Breast ultrasound. Acquired on Toshiba Aplio 300 @12-14 MHz.
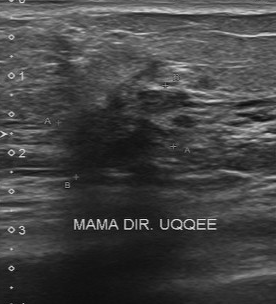
Breast ultrasound findings:
- margin: irregular
- lesion boundary: unclear
- echogenicity: hypoechoic
- calcifications: none